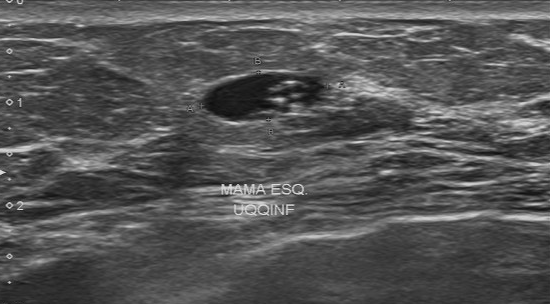
Acquired on Toshiba Aplio 300 @12-14 MHz. Imaging: breast ultrasound image.
The lesion margin is regular. Echogenicity is hypoechoic. Biopsy result is hyperplasia. Boundary: clear. The calcifications are multiple calcifications.